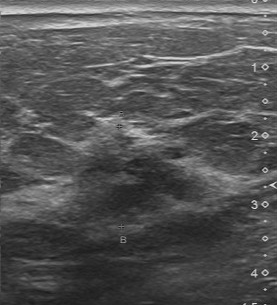
Breast ultrasound image.
FINDINGS: Breast ultrasound image. BI-RADS assessment: 4. Biopsy or follow-up result: malignant. Pathology: invasive ductal carcinoma.
OUTCOME ON BIOPSY OR FOLLOW-UP: malignant.